B-mode breast ultrasound.
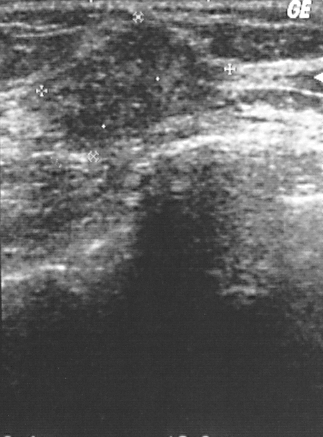
B-mode breast ultrasound findings:
- outcome on biopsy or follow-up: malignant
- BI-RADS category: 4